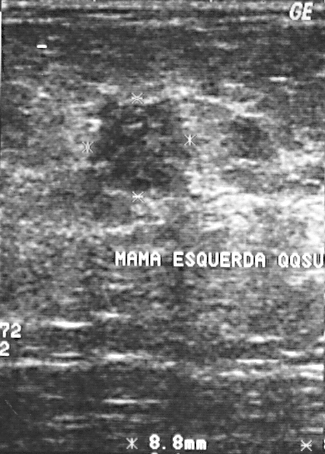
Breast ultrasound image. Acquired on GE Logiq 5 @10-12MHz.
This breast ultrasound image shows a breast lesion, benign on biopsy or follow-up. (BI-RADS category 3.)